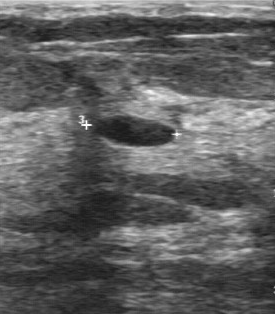
Breast US.
This breast US shows a lesion, benign on biopsy or follow-up. (BI-RADS category 2.)